Breast sonogram.
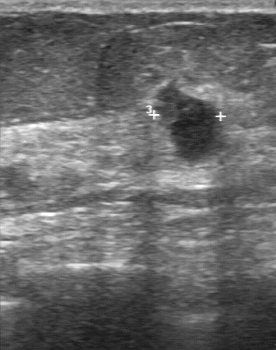
BI-RADS assessment: 4. Biopsy or follow-up result: malignant.
OUTCOME ON BIOPSY OR FOLLOW-UP: malignant.